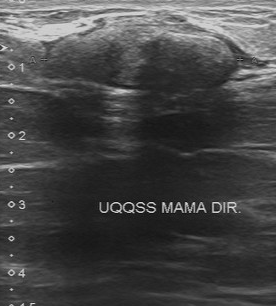
Modality: breast sonogram. Scanner: Toshiba Aplio 300 @12-14 MHz.
The breast lesion is located within the bounding box (44,22)-(237,91).